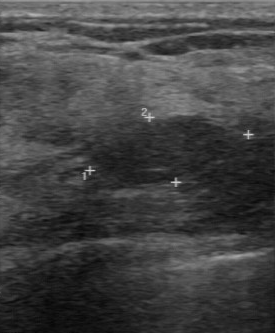
Modality: breast ultrasound scan.
BI-RADS 3 in the original read; on a second read the margin is regular, the boundary clear and the breast lesion hypoechoic. Pathology confirmed benign fibrocystic changes.